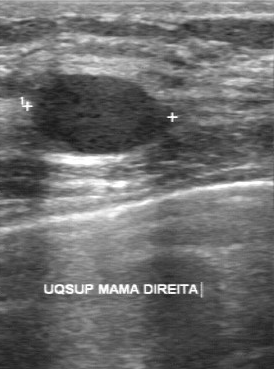
Breast US.
The finding was assessed as BI-RADS 2 by the original reader.
The following findings are from a second reader, independent of the original assessment.
The margin is regular.
Its boundary is clear.
Internally the finding is hypoechoic.
Calcifications: none.
Biopsy showed cyst, a benign finding.